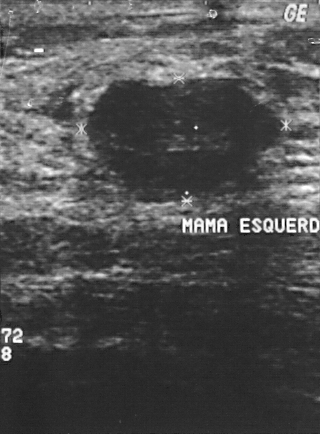
Modality: breast ultrasound.
Finding: breast lesion, benign on biopsy or follow-up. BI-RADS 2.